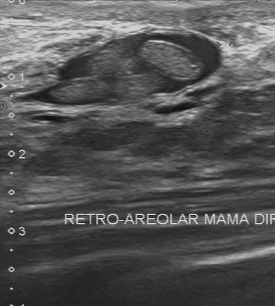
Modality: breast US.
Original-read BI-RADS category: 4. Findings on the second read (an independent reader): a lesion of mixed cystic and solid echotexture, margin partially regular, boundary clear. Biopsy showed fibrocystic changes, a benign finding.